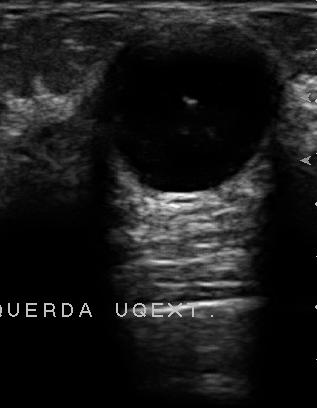
Breast sonogram.
The breast lesion was categorized BI-RADS 2 in the original read. On a second read by an independent reader: The margin is regular. Boundary: fairly clear. The breast lesion is hypoechoic. There are no calcifications. The biopsy result was cyst; the breast lesion is benign.